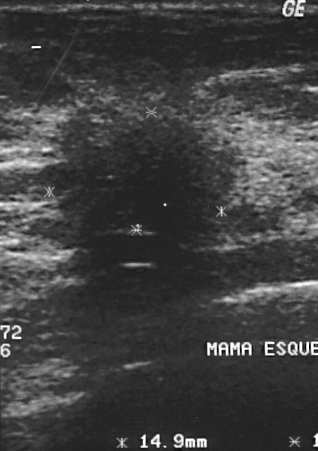
Breast ultrasound scan.
(coordinates in a 318x451 pixel frame) Breast lesion bounding box: (37, 106) to (242, 315). BI-RADS 4.